Scanner: GE Logiq 5 @10-12MHz. Breast US.
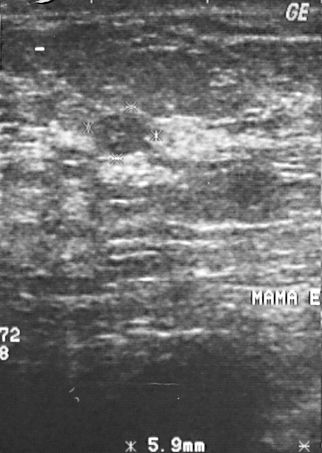
BI-RADS: 2. Histopathology: cyst.
OUTCOME ON BIOPSY OR FOLLOW-UP: benign.